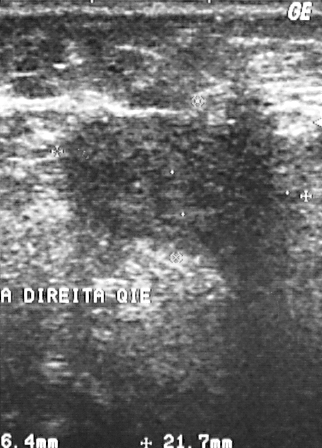
Breast ultrasound.
The finding occupies approximately [55, 99, 296, 292].